Imaging: breast ultrasound image.
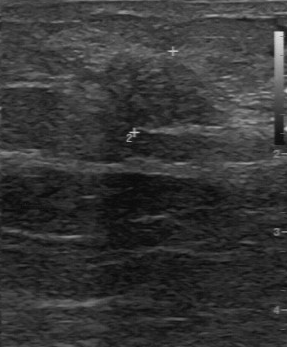
The finding was assessed as BI-RADS 4 by the original reader. A second reader, independent of the original assessment, describes a slightly hypoechoic finding with a partially regular margin; the boundary is somewhat unclear. There are no calcifications. The biopsy result was invasive lobular carcinoma; the finding is malignant.